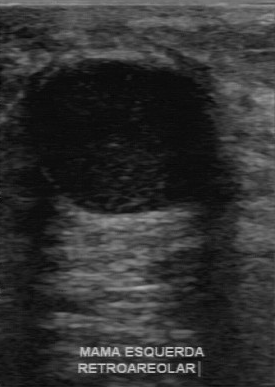
Breast ultrasound image. Acquired on GE Logiq 7 @10-14MHz.
The original reader assigned BI-RADS 3. The following findings are from a second reader, independent of the original assessment. The margin is regular. The lesion boundary is clear. Internally the finding is hypoechoic. There are no calcifications. The biopsy result was cyst; the finding is benign.